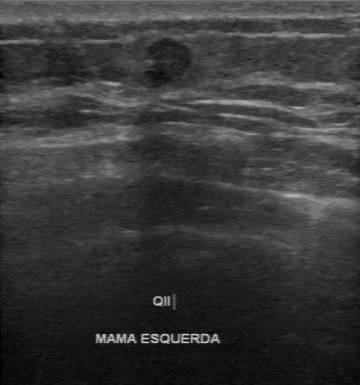
Modality: breast ultrasound image.
Lesion characteristics:
- calcifications: none
- outcome on biopsy or follow-up: malignant
- echo pattern: hypoechoic
- lesion margin: partially regular
- boundary: fairly clear